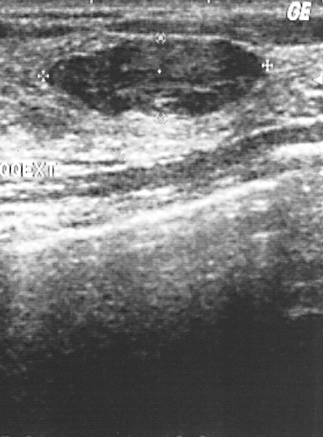
Imaging: B-mode breast ultrasound.
Biopsy or follow-up result: benign. BI-RADS 2.